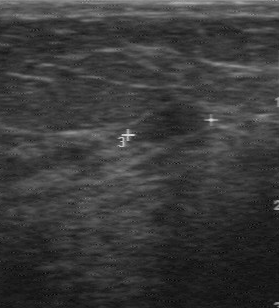
Scanner: GE Logiq 7 @10-14MHz. Modality: B-mode breast ultrasound.
Finding: mass, benign on biopsy or follow-up. (BI-RADS category 2.)